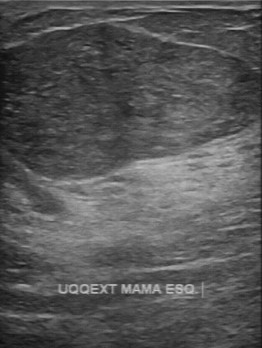
Breast ultrasound image.
This breast ultrasound image shows a finding, benign on biopsy or follow-up. (BI-RADS category 3.)